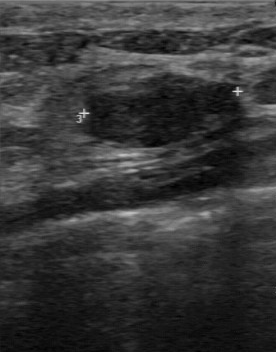
Modality: breast ultrasound.
The breast lesion was categorized BI-RADS 3 in the original read. On a second read by an independent reader: The breast lesion has a regular margin. Boundary: clear. Echo pattern: hypoechoic. No calcifications are seen. The biopsy result was fibroadenoma; the breast lesion is benign.